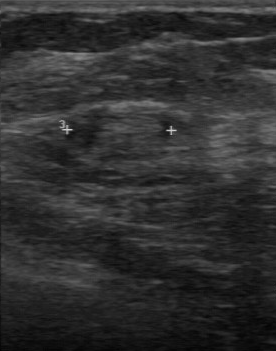
Modality: breast sonogram.
The mass was categorized BI-RADS 4 in the original read. On a second, independent read, a mass with a partially regular margin and a fairly clear boundary is seen; it is isoechoic. No calcifications are seen. The biopsy result was invasive ductal carcinoma; the mass is malignant.